Imaging: breast ultrasound.
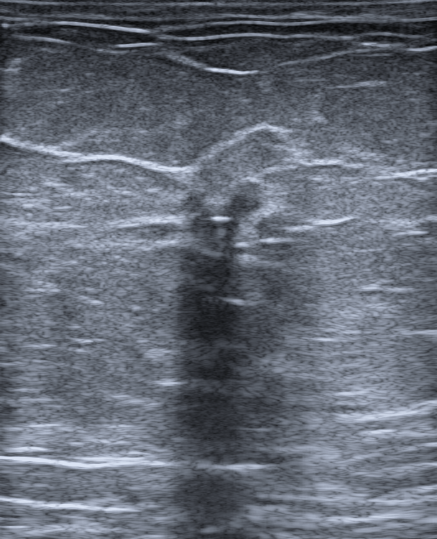
(coordinates in a 437x539 pixel frame) The mass is located within the bounding box top-left (170, 175), bottom-right (271, 258). The mass is benign on biopsy or follow-up. BI-RADS 5.